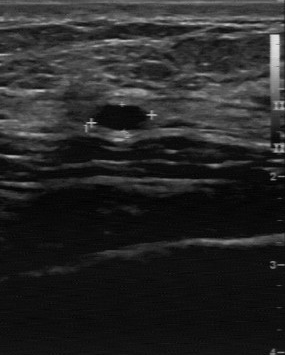
Imaging: breast ultrasound.
Breast ultrasound findings:
- boundary: clear
- outcome on biopsy or follow-up: benign
- margin: regular
- internal echoes: hypoechoic
- calcifications: none